Modality: breast sonogram.
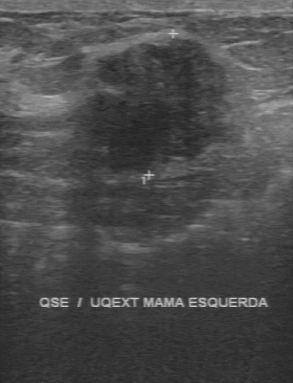
FINDINGS: Breast sonogram. Original BI-RADS: 4. BI-RADS on independent re-read: 4B. Lesion margin: irregular.